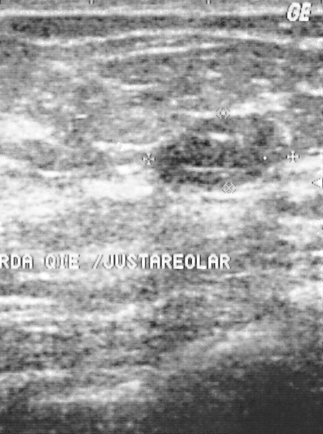
Breast ultrasound.
Mass bounding box: [152, 117, 284, 189]. The mass is benign on biopsy or follow-up. BI-RADS 2.